Modality: breast sonogram.
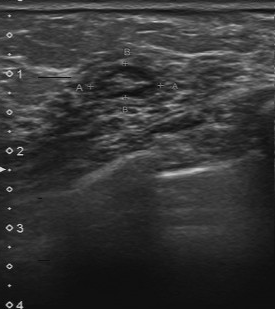
Pixel coordinates (x1, y1, x2, y2): The lesion is located within the bounding box [92, 65, 159, 101].